B-mode breast ultrasound.
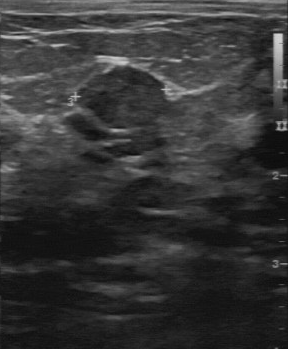
Lesion boundary: clear. Echogenicity: slightly hypoechoic. Contour: regular. Calcifications are absent.